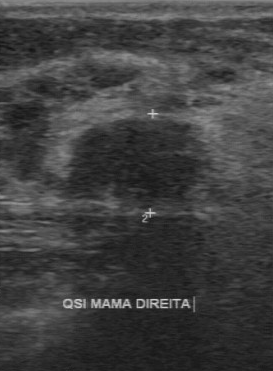
Acquired on GE Logiq 7 @10-14MHz. Modality: breast US.
This breast US shows a lesion with BI-RADS: 4, biopsy or follow-up result: benign.